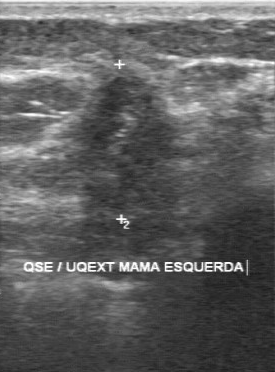
Imaging: breast ultrasound.
Finding: breast lesion, malignant on biopsy or follow-up.